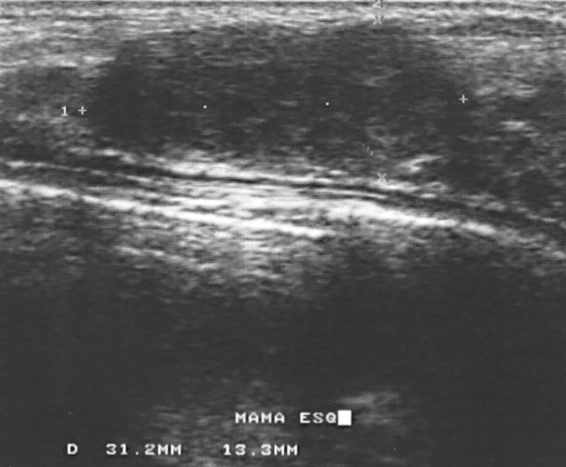
Breast US.
Histopathology: fibroadenoma. This breast lesion proved benign on biopsy or follow-up. BI-RADS category 2.